Breast ultrasound scan. Acquired on GE Logiq 5 @10-12MHz.
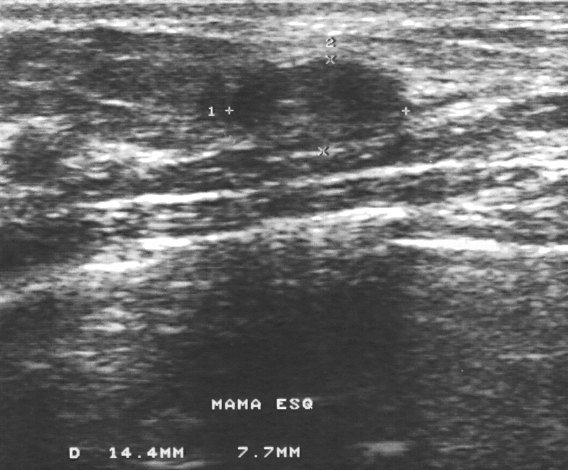
Pixel coordinates (x1, y1, x2, y2): The breast lesion occupies approximately [230, 58, 402, 152]. The breast lesion is benign on biopsy or follow-up. BI-RADS 3.